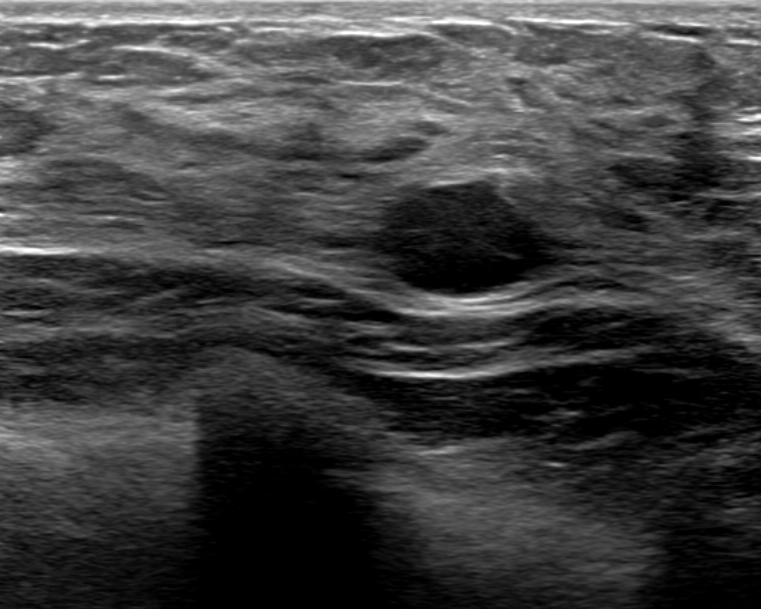
Breast ultrasound scan. 21-year-old patient.
There is no skin thickening.
Its echo pattern is hypoechoic.
Calcifications: none.
Posterior enhancement is present.
It has an oval shape.
The margin is circumscribed.
There is no echogenic halo.
The lesion is benign on biopsy or follow-up.
BI-RADS category 2.
The finding was confirmed by follow-up care.